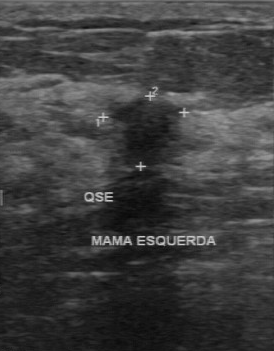
Breast sonogram.
Coordinates are pixels in the 274x351 image. The lesion is located within the bounding box (109, 98) to (182, 168). BI-RADS 4.